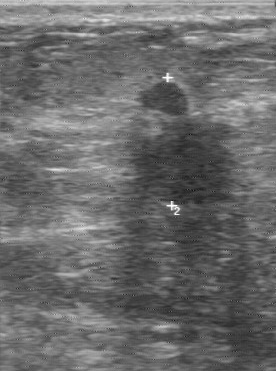
Modality: B-mode breast ultrasound.
The original reader assigned BI-RADS 4. A second reader, independent of the original assessment, describes a hypoechoic breast lesion with an irregular margin; the boundary is unclear. Biopsy showed invasive ductal carcinoma, a malignant finding.